Modality: breast sonogram.
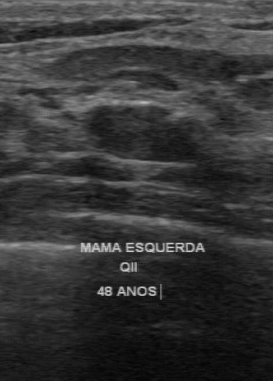
Outcome on biopsy or follow-up: benign. BI-RADS category: 3. Histopathology: fibroadenoma.
OUTCOME ON BIOPSY OR FOLLOW-UP: benign.